Modality: breast ultrasound scan. Acquired on GE Logiq 5 @10-12MHz.
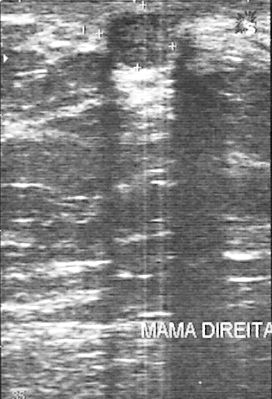
The biopsy result is fibrocystic changes. The BI-RADS category is 2.